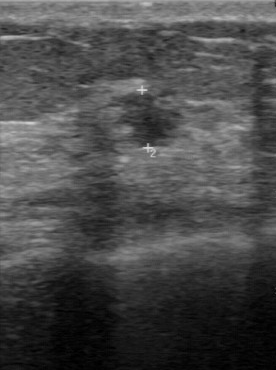
B-mode breast ultrasound. Acquired on GE Logiq 7 @10-14MHz.
- confirmed outcome (biopsy or follow-up): benign
- BI-RADS category: 4
- histopathology: sclerosing adenosis